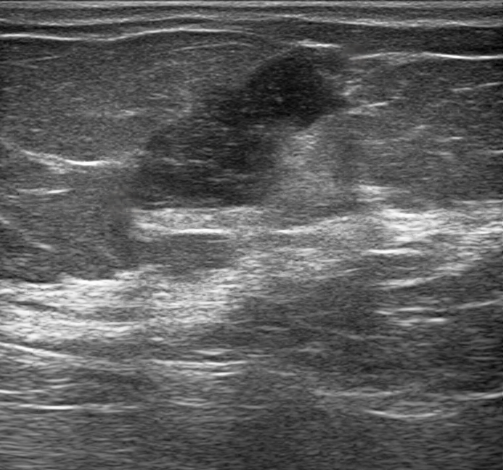
Breast sonogram.
There are no calcifications. Echogenicity: heterogeneous. The lesion is irregular in shape. Posterior enhancement is present. Skin thickening: none. The lesion has angular and indistinct margins. There is no echogenic halo. Biopsy result: Invasive carcinoma of no special type (NST). The lesion is malignant on biopsy or follow-up. Radiologist's impression: Suspicion of malignancy; Fibroadenoma; Intraductal papilloma. BI-RADS assessment: 4C.